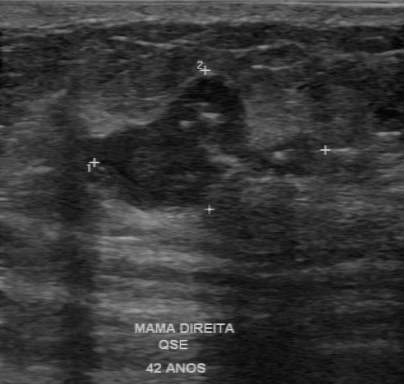
Imaging: breast ultrasound. Scanner: GE Logiq 7 @10-14MHz.
Breast ultrasound findings:
- BI-RADS category: 4